Breast US.
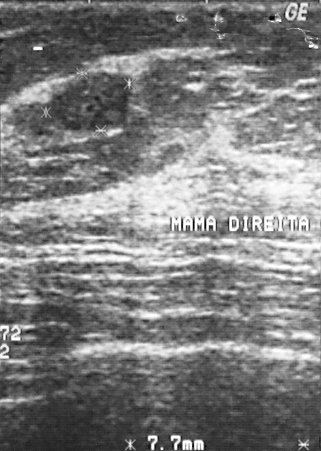
The breast lesion demonstrates BI-RADS assessment: 2, confirmed outcome (biopsy or follow-up): benign.